Imaging: breast ultrasound.
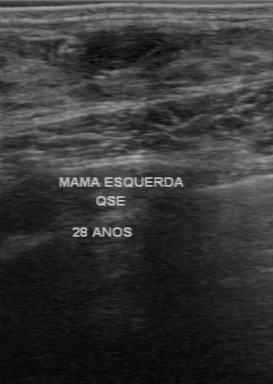
- echo pattern: hypoechoic
- calcifications: absent
- lesion boundary: clear
- contour: regular